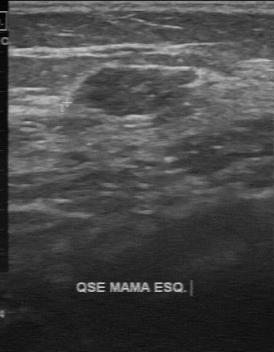
Modality: breast sonogram.
FINDINGS: BI-RADS: 4.
OUTCOME ON BIOPSY OR FOLLOW-UP: benign.